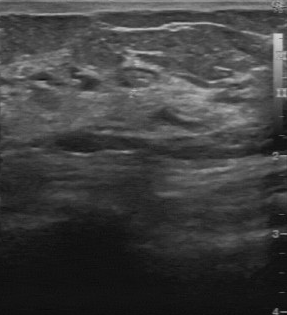
Modality: breast ultrasound image. Scanner: GE Logiq 7 @10-14MHz.
FINDINGS: Pathology: cyst. BI-RADS category: 2.
OUTCOME ON BIOPSY OR FOLLOW-UP: benign.